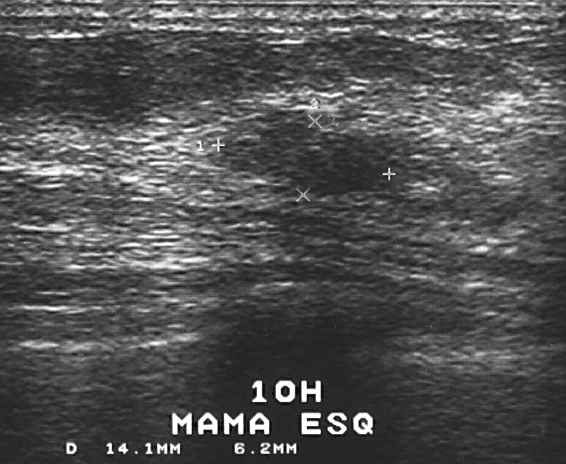
Breast ultrasound scan.
Lesion characteristics:
- BI-RADS assessment: 3
- confirmed outcome (biopsy or follow-up): benign